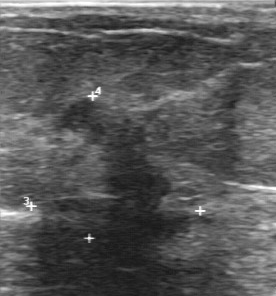
Scanner: GE Logiq 7 @10-14MHz. Imaging: breast ultrasound.
There are no calcifications. The contour is irregular. The lesion boundary is unclear. The confirmed outcome (biopsy or follow-up) is malignant. The internal echoes are slightly hypoechoic.